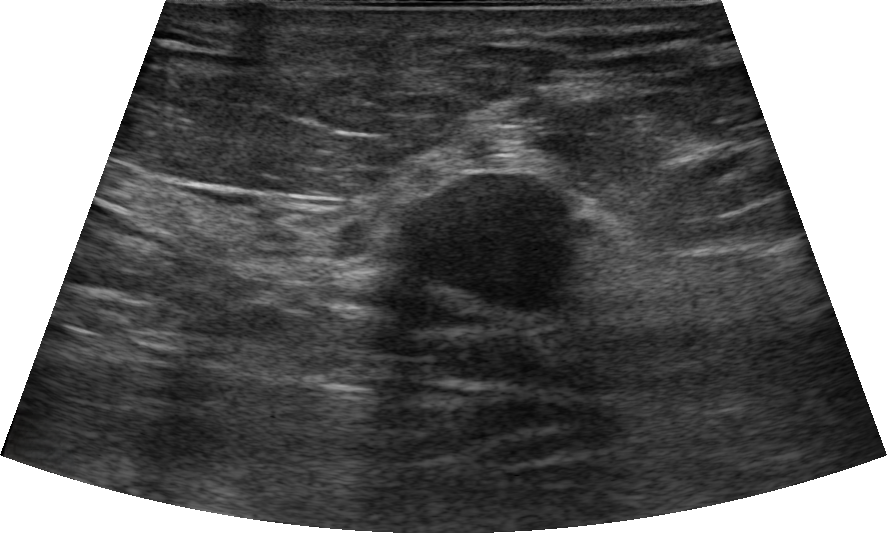
Imaging: breast ultrasound. Patient age: 70.
Outcome on biopsy or follow-up: malignant.